Modality: breast ultrasound.
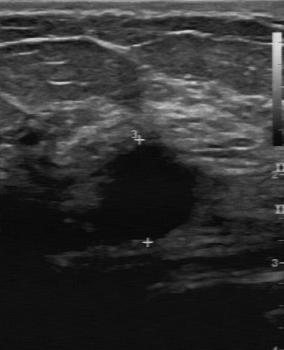
Confirmed outcome (biopsy or follow-up): malignant. Echogenicity: hypoechoic. Calcifications: none. Lesion margin: irregular. Lesion boundary: unclear.
OUTCOME ON BIOPSY OR FOLLOW-UP: malignant.